Breast US.
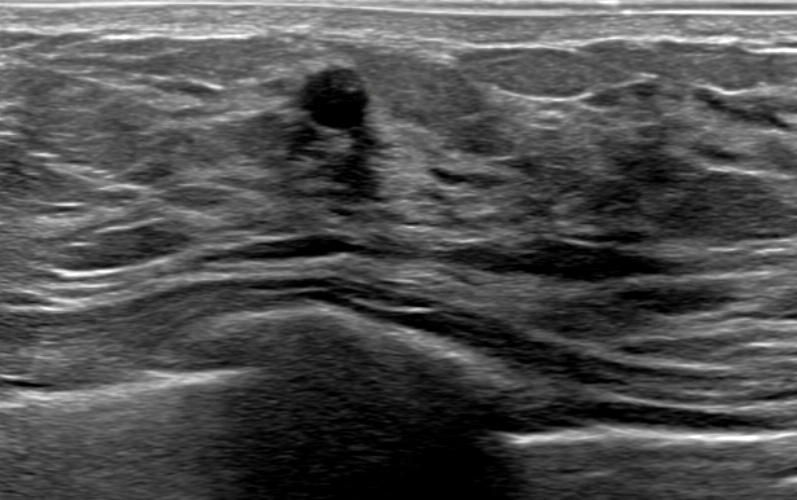
BI-RADS: 4C. Shape is round. The echotexture is heterogeneous. Calcifications: none. There is no echogenic halo. Pathology: Benign mammary dysplasia. Outcome on biopsy or follow-up: benign. Lesion margin is not circumscribed - angular and indistinct.